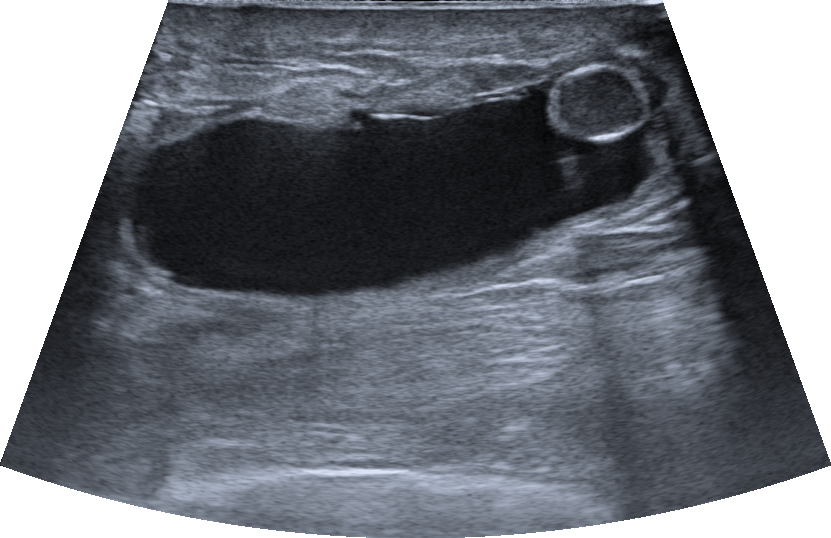
Modality: breast ultrasound scan.
This breast ultrasound scan shows a breast lesion with verification: confirmed by follow-up care, skin thickening: present, echogenic halo: none, confirmed outcome (biopsy or follow-up): benign, posterior features: enhancement, radiologist impression: Fat necrosis; Breast scar (surgery), anechoic echotexture, BI-RADS assessment: 2, oval lesion shape, circumscribed margin.